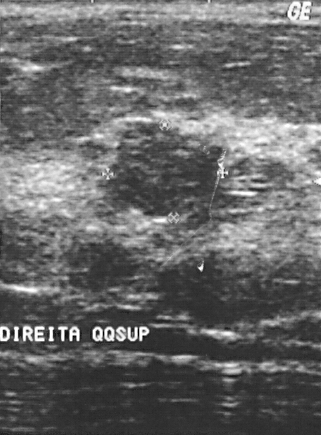
Imaging: breast ultrasound image.
Lesion region of interest: [103, 122, 224, 218].